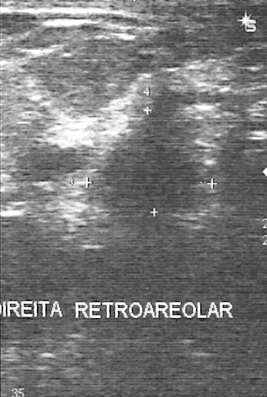
Imaging: breast sonogram.
The lesion is malignant on biopsy or follow-up. BI-RADS 5.